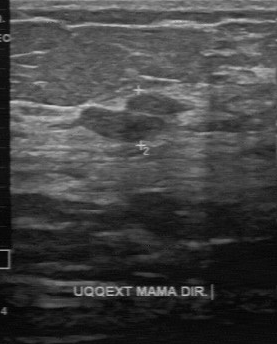
Modality: B-mode breast ultrasound.
A finding is seen with partially regular contour, fairly clear lesion boundary, BI-RADS on independent re-read: 3, slightly hypoechoic echo pattern.